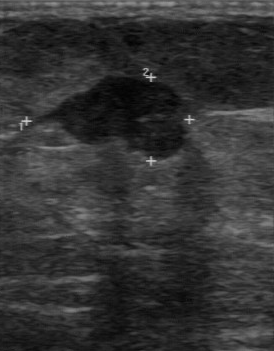
B-mode breast ultrasound.
Lesion characteristics:
- confirmed outcome (biopsy or follow-up): malignant
- BI-RADS on independent re-read: 4B
- echo pattern: hypoechoic
- lesion boundary: somewhat unclear
- calcifications: suspected